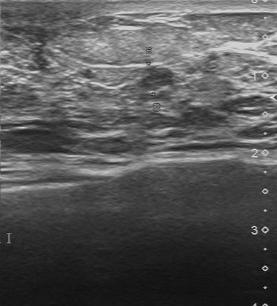
B-mode breast ultrasound.
The mass demonstrates confirmed outcome (biopsy or follow-up): benign, BI-RADS category: 3.